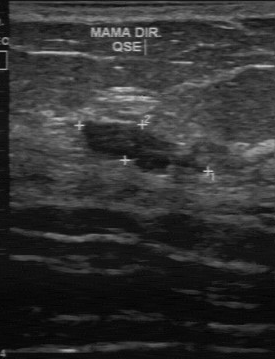
Modality: breast ultrasound.
Pixel coordinates (x1, y1, x2, y2): Breast lesion bounding box: top-left (81, 121), bottom-right (207, 175). The breast lesion is benign on biopsy or follow-up. BI-RADS 4.